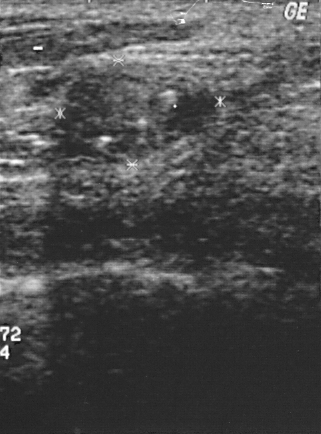
Modality: breast ultrasound scan.
This breast ultrasound scan shows a lesion. BI-RADS category 2. The biopsy result was fibrocystic changes; the lesion is benign.